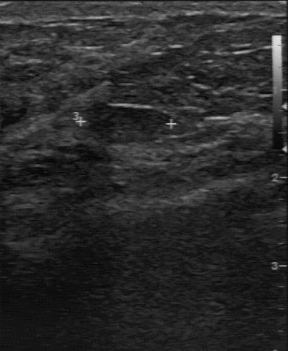
Imaging: breast ultrasound scan.
Pathology: cyst. BI-RADS assessment: 3. Outcome on biopsy or follow-up: benign.
OUTCOME ON BIOPSY OR FOLLOW-UP: benign.